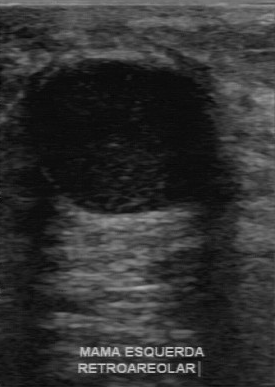
Breast ultrasound.
(coordinates in a 275x387 pixel frame) Segment the breast lesion: bounding box [30, 60, 222, 216].